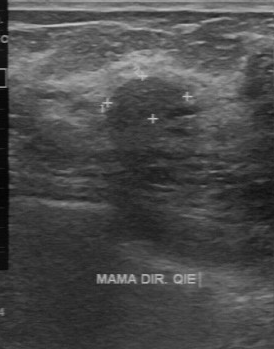
Imaging: breast ultrasound image.
This breast ultrasound image shows a finding, benign on biopsy or follow-up.